Modality: B-mode breast ultrasound.
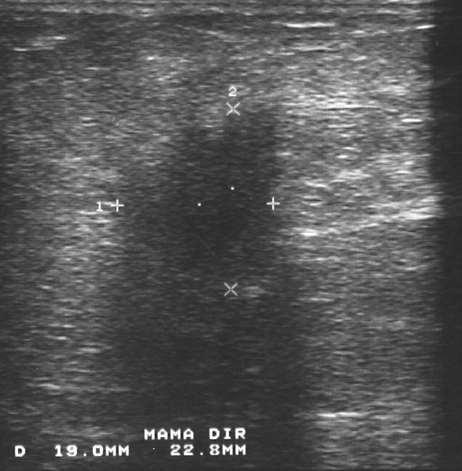
BI-RADS assessment: 5. Biopsy or follow-up result: malignant.
OUTCOME ON BIOPSY OR FOLLOW-UP: malignant.